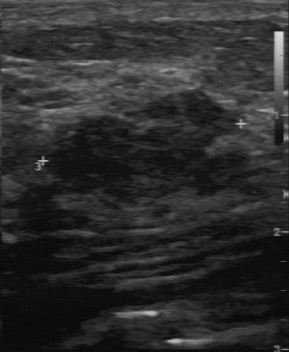
Modality: breast ultrasound scan. Acquired on GE Logiq 7 @10-14MHz.
The lesion was assessed as BI-RADS 4 by the original reader.
The following findings are from a second reader, independent of the original assessment.
The margin is partially regular.
Boundary: fairly clear.
Internally the lesion is slightly hypoechoic.
There are no calcifications.
The biopsy result was fibroadenoma; the lesion is benign.